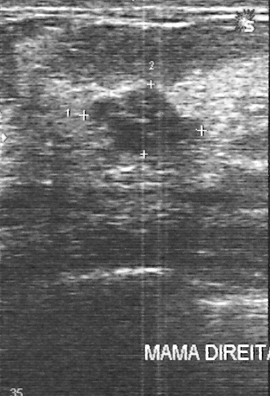
Imaging: breast sonogram.
Biopsy showed fibroadenoma, a benign finding.
The breast lesion is assessed as BI-RADS 3.